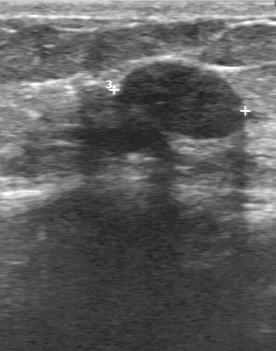
Scanner: GE Logiq 7 @10-14MHz. Modality: B-mode breast ultrasound.
Coordinates are pixels in the 276x351 image. The finding occupies approximately [109, 61, 247, 140]. The finding is benign on biopsy or follow-up.